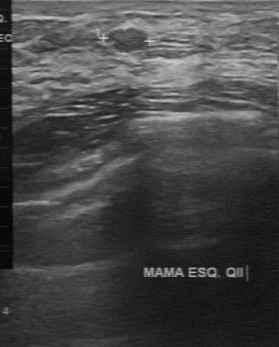
Breast US.
FINDINGS: Breast US. Contour: regular. Outcome on biopsy or follow-up: benign. Calcifications: none. Lesion boundary: clear. Internal echoes: slightly hypoechoic.